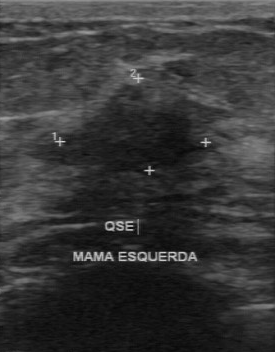
Breast sonogram.
This breast sonogram shows a finding, benign on biopsy or follow-up. BI-RADS 4.